Modality: breast ultrasound.
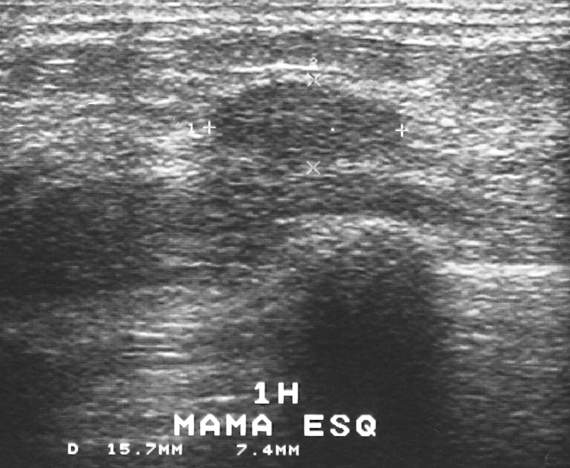
The confirmed outcome (biopsy or follow-up) is benign. BI-RADS is 3. The biopsy result is fibroadenoma.